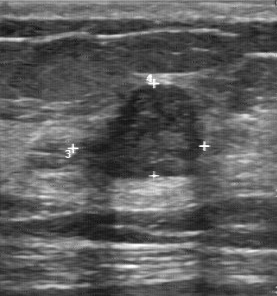
Imaging: breast sonogram.
Original-read BI-RADS category: 4. A second, independent read describes the lesion as follows. Calcifications: none. The lesion boundary is fairly clear. Echo pattern: slightly hypoechoic. The lesion has a partially regular margin. The biopsy result was invasive ductal carcinoma; the lesion is malignant.